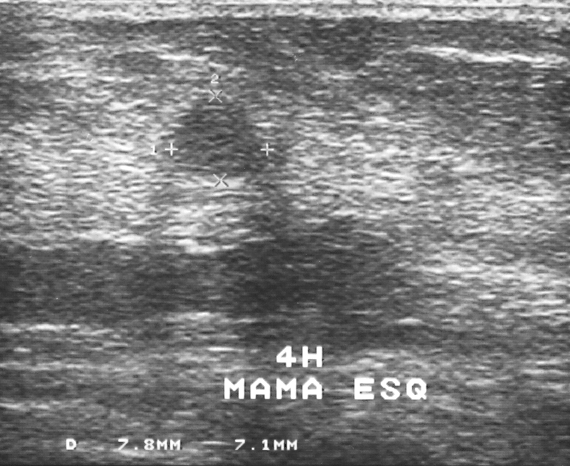
Imaging: breast ultrasound.
A lesion is present on this breast ultrasound. Assessment: BI-RADS 3. Histopathology: fibroadenoma (benign).